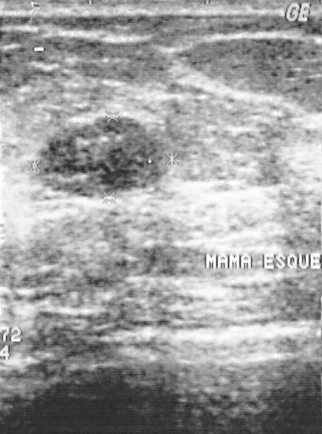
Imaging: breast ultrasound scan.
Pixel coordinates (x1, y1, x2, y2): Segment the breast lesion: bounding box [35, 117, 165, 197].